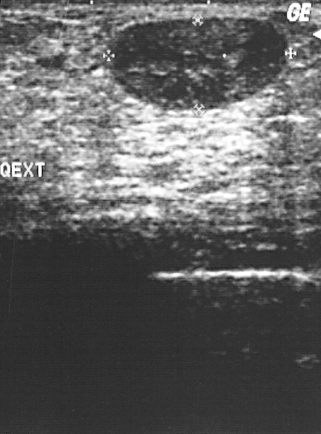
Acquired on GE Logiq 5 @10-12MHz. Imaging: breast ultrasound image.
Finding bounding box: (106,16)-(292,113). The finding is benign on biopsy or follow-up.